Modality: breast US. Scanner: GE Logiq 7 @10-14MHz.
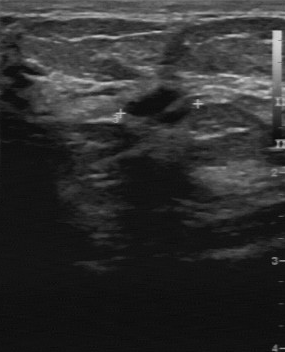
- BI-RADS assessment: 3